Imaging: breast ultrasound scan. Scanner: GE Logiq 5 @10-12MHz.
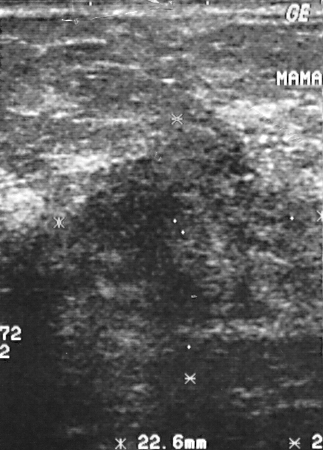
A mass is seen. It was assessed as BI-RADS 5. Histopathology: invasive ductal carcinoma (malignant).